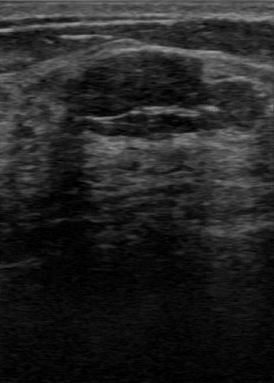
Imaging: breast ultrasound scan.
The breast lesion was assessed as BI-RADS 2 by the original reader. Findings on the second read (an independent reader): a hypoechoic breast lesion, margin regular, boundary clear. There are no calcifications. The biopsy result was fibroadenoma; the breast lesion is benign.